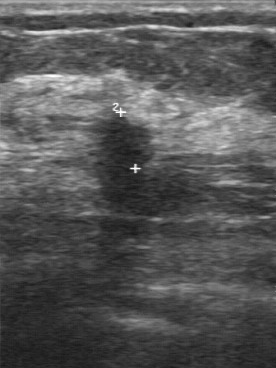
Breast ultrasound scan.
The lesion was assessed as BI-RADS 5 by the original reader. Findings on the second read (an independent reader): a hypoechoic lesion, margin irregular, boundary unclear. No calcifications are seen. Histopathology: invasive ductal carcinoma (malignant).